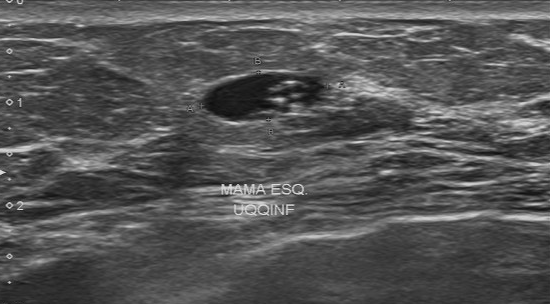
B-mode breast ultrasound. Scanner: Toshiba Aplio 300 @12-14 MHz.
A finding is seen with calcifications: multiple calcifications, second-reader BI-RADS: 4A, BI-RADS (first reader): 4, clear boundary, regular contour.